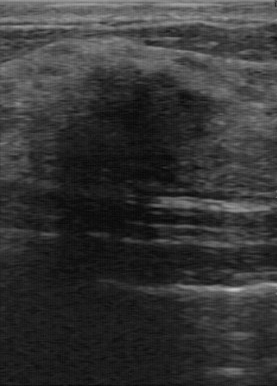
Imaging: breast ultrasound image.
This breast ultrasound image shows a finding with pathology: fibrocystic changes, outcome on biopsy or follow-up: benign, BI-RADS assessment: 4.